Scanner: GE Logiq 7 @10-14MHz. Breast ultrasound image.
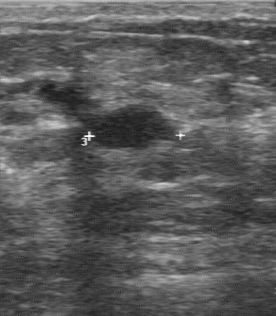
Lesion characteristics:
- BI-RADS assessment: 3